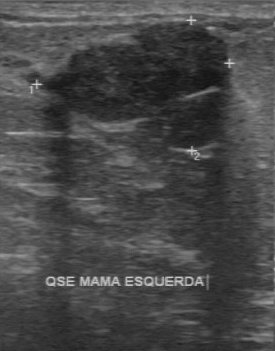
Imaging: breast US.
Original-read BI-RADS category: 3. Findings on the second read (an independent reader): a hypoechoic mass, margin regular, boundary fairly clear. Pathology confirmed benign fibroadenoma.